Acquired on GE Logiq 5 @10-12MHz. Imaging: breast ultrasound.
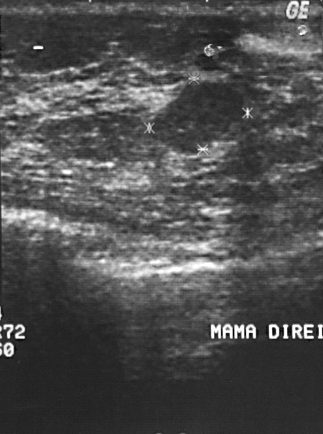
Outcome on biopsy or follow-up: benign. BI-RADS 2.